Imaging: breast US.
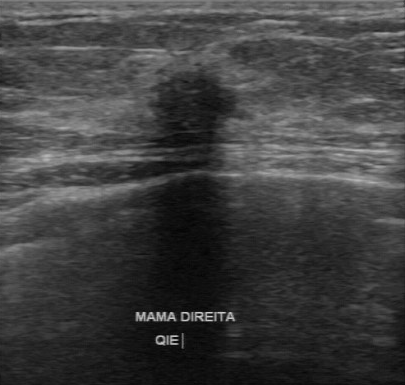
Segment the mass: bounding box (147,73)-(237,137).